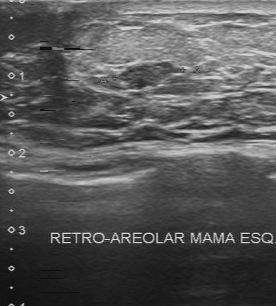
Modality: breast ultrasound scan. Scanner: Toshiba Aplio 300 @12-14 MHz.
The mass demonstrates histopathology: fibroadenoma, confirmed outcome (biopsy or follow-up): benign, independent BI-RADS assessment: 3.